Modality: breast ultrasound scan. Patient age: 87.
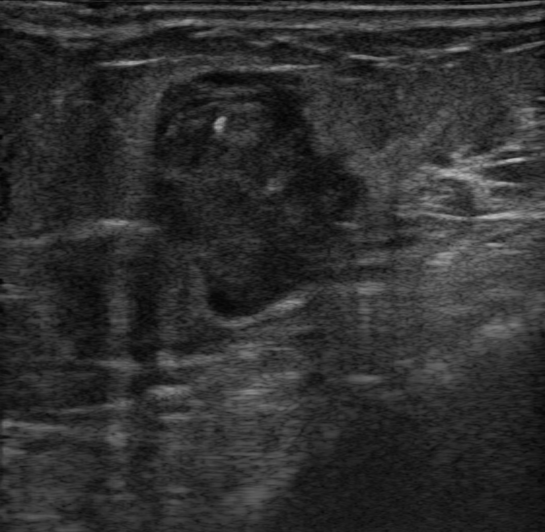
There is an irregular lesion that is complex cystic and solid, with margins that are not circumscribed (microlobulated and indistinct). There are no posterior acoustic features. Skin thickening: none. An echogenic halo is present. Calcifications: in a mass. The lesion is categorized as BI-RADS 4C; on biopsy or follow-up it was malignant. Radiologist's impression: Suspicion of malignancy. Biopsy confirmed invasive papillary carcinoma and encapsulated papillary carcinoma.